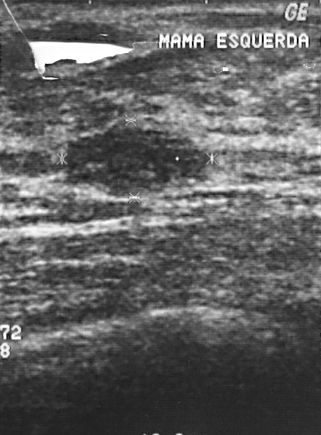
Breast sonogram.
The lesion demonstrates BI-RADS: 2.